Breast ultrasound scan.
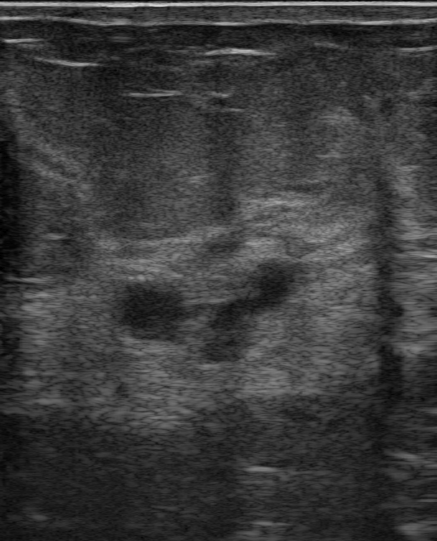
Outcome on biopsy or follow-up: benign.